B-mode breast ultrasound. Scanner: GE Logiq 7 @10-14MHz.
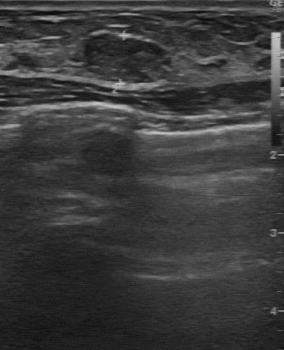
Pixel coordinates (x1, y1, x2, y2): Mass bounding box: [86, 35, 170, 82].